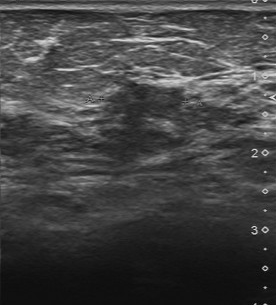
Breast US.
This breast US shows a mass, benign on biopsy or follow-up. BI-RADS 4.